B-mode breast ultrasound.
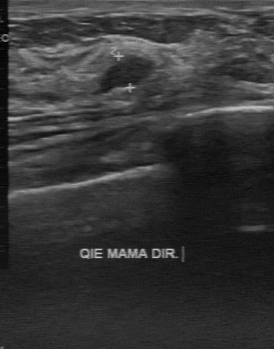
The lesion was categorized BI-RADS 3 in the original read. On a second, independent read, a lesion with a regular margin and a clear boundary is seen; it is hypoechoic. Biopsy showed fibroadenoma, a benign finding.